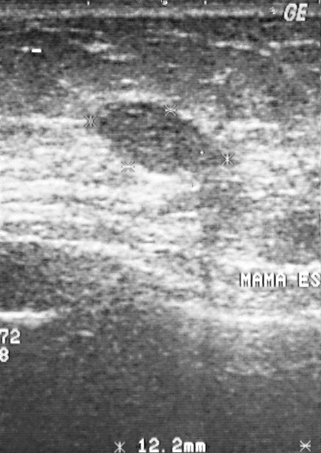
Imaging: breast ultrasound scan.
Assigned BI-RADS 3. The lesion is malignant on biopsy or follow-up. Biopsy showed papillary carcinoma.